Breast US. Acquired on GE Logiq 7 @10-14MHz.
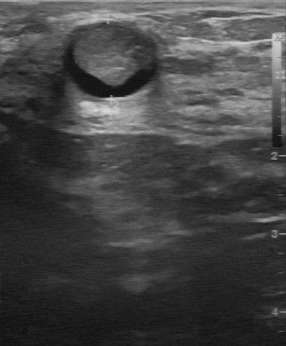
BI-RADS 4 in the original read.
A second, independent read describes the breast lesion as follows.
The breast lesion has a regular margin.
The lesion boundary is clear.
The breast lesion has a mixed cystic and solid echo pattern.
Calcifications: none.
Histopathology: intraductal papilloma (benign).